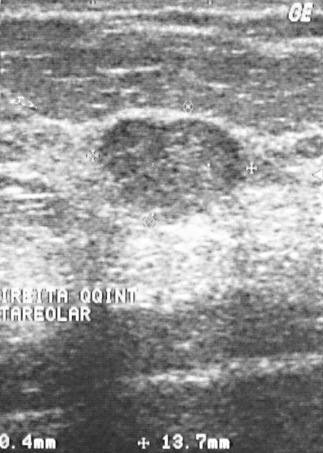
Breast sonogram.
Finding: lesion, benign on biopsy or follow-up. BI-RADS 3.